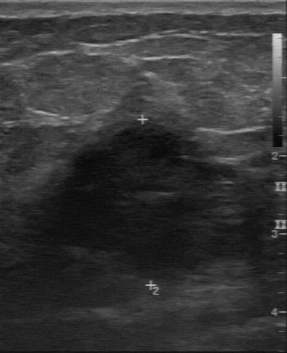
Imaging: B-mode breast ultrasound.
Original-read BI-RADS category: 4.
A second, independent read describes the mass as follows.
The margin is irregular.
Its boundary is unclear.
The mass is hypoechoic.
There are no calcifications.
Histopathology: invasive ductal carcinoma (malignant).